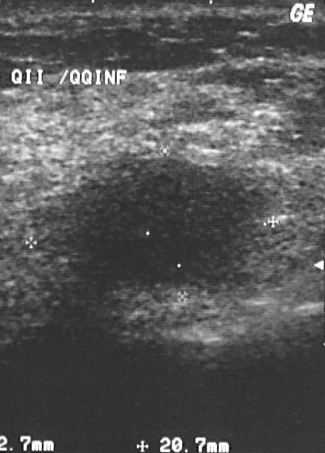
Acquired on GE Logiq 5 @10-12MHz. Modality: breast ultrasound scan.
Finding: mass, malignant on biopsy or follow-up. (BI-RADS category 4.)